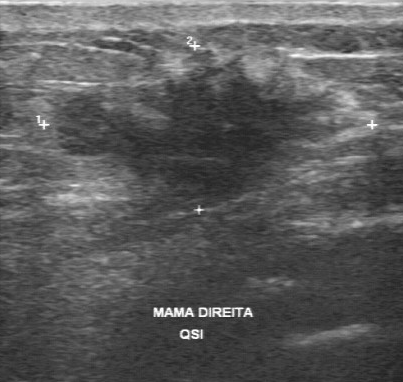
Breast US. Scanner: GE Logiq 7 @10-14MHz.
The biopsy result is invasive lobular carcinoma. The lesion boundary is unclear. There are no calcifications. Internal echoes are hypoechoic. Contour: irregular.